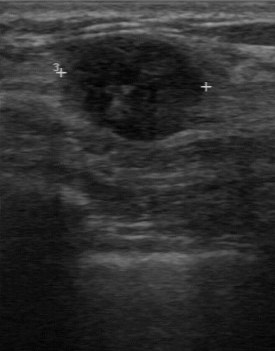
Modality: breast US.
BI-RADS 4 in the original read. A second reader, independent of the original assessment, describes a hypoechoic lesion with a regular margin; the boundary is clear. Pathology confirmed malignant invasive ductal carcinoma.